B-mode breast ultrasound.
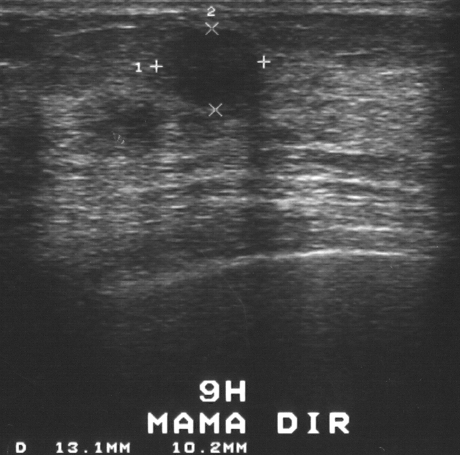
Mass bounding box: (167, 28) to (259, 105). The mass is benign on biopsy or follow-up.